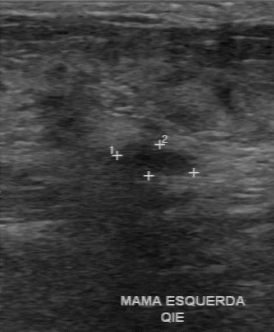
Breast ultrasound. Acquired on GE Logiq 7 @10-14MHz.
BI-RADS 3 in the original read; on a second read the margin is regular, the boundary clear and the lesion hypoechoic. Biopsy showed fibroadenoma, a benign finding.